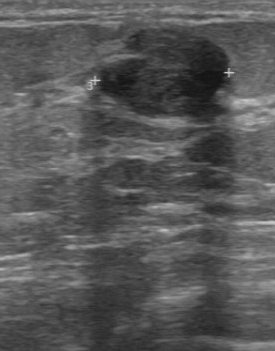
Breast US.
Biopsy or follow-up result: benign.